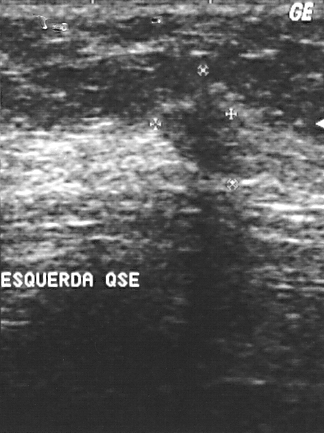
Imaging: breast sonogram.
Lesion bounding box: (156, 90) to (246, 177).